Breast ultrasound image.
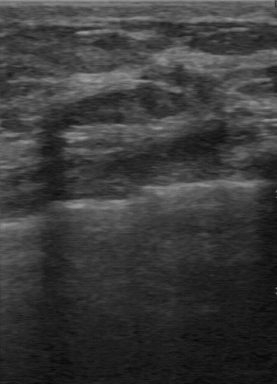
The finding was assessed as BI-RADS 2 by the original reader. A second reader, independent of the original assessment, describes a hypoechoic finding with a regular margin; the boundary is clear. There are no calcifications. Biopsy showed lipoma, a benign finding.